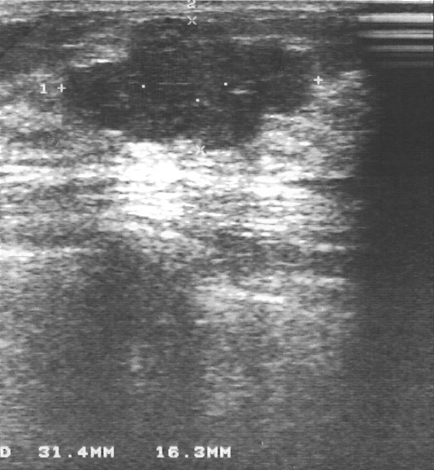
Imaging: B-mode breast ultrasound.
Lesion region of interest: (64,18)-(316,148). The breast lesion is benign on biopsy or follow-up.